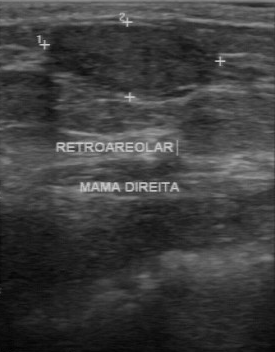
Breast sonogram.
This breast sonogram shows a lesion, benign on biopsy or follow-up. (BI-RADS category 2.)